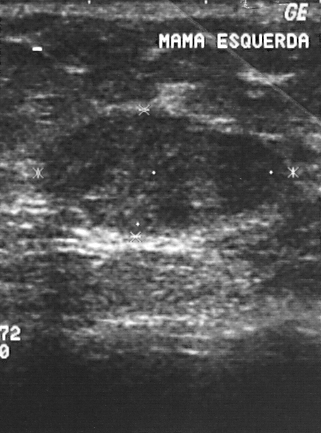
Breast US.
Histopathology: fibroadenoma (benign).
This breast lesion proved benign on biopsy or follow-up.
Assigned BI-RADS 2.